Imaging: breast ultrasound.
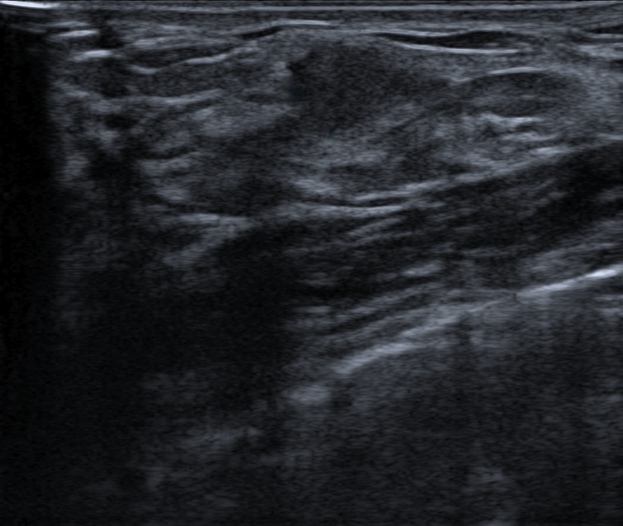
The mass is irregular and hypoechoic; its margin is not circumscribed (indistinct). There are no posterior acoustic features. The mass is categorized as BI-RADS 4B; on biopsy or follow-up it was benign. Differential on reading: Suspicion of malignancy; Fibroadenoma.